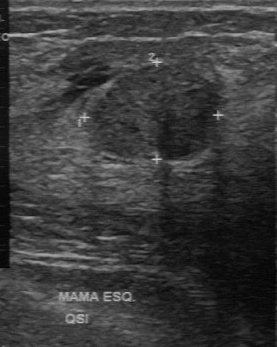
Breast US. Acquired on GE Logiq 7 @10-14MHz.
Calcifications are absent. Lesion boundary is clear. Internal echoes: slightly hypoechoic. Contour: regular.